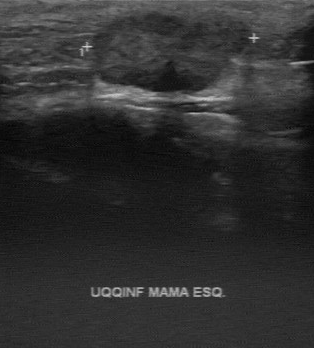
Imaging: B-mode breast ultrasound.
FINDINGS: B-mode breast ultrasound. Biopsy or follow-up result: malignant. BI-RADS category: 4.
OUTCOME ON BIOPSY OR FOLLOW-UP: malignant.